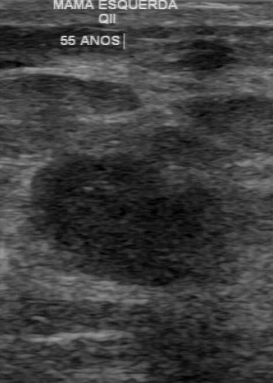
Scanner: GE Logiq 7 @10-14MHz. Imaging: breast ultrasound scan.
This breast ultrasound scan shows a lesion with BI-RADS: 4, outcome on biopsy or follow-up: malignant, biopsy result: invasive ductal carcinoma.